Breast ultrasound.
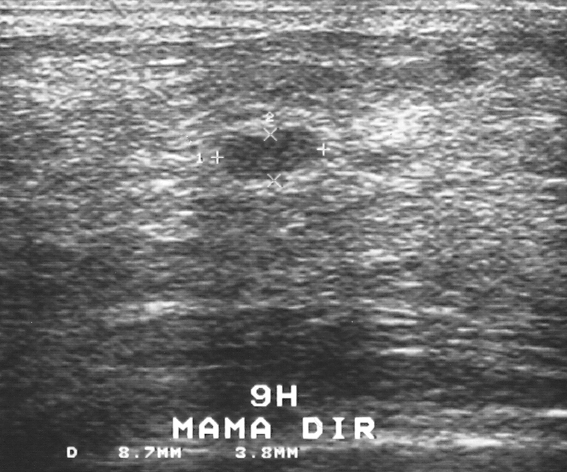
(coordinates in a 567x472 pixel frame) The breast lesion occupies approximately (223,128)-(318,180). The breast lesion is benign on biopsy or follow-up.